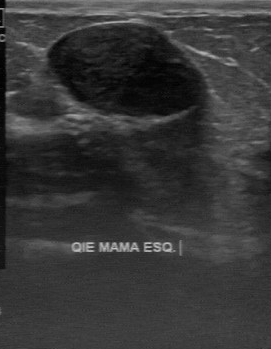
Acquired on GE Logiq 7 @10-14MHz. Imaging: breast ultrasound.
(coordinates in a 271x349 pixel frame) The lesion occupies approximately top-left (45, 22), bottom-right (208, 118). The lesion is benign on biopsy or follow-up.